Breast ultrasound.
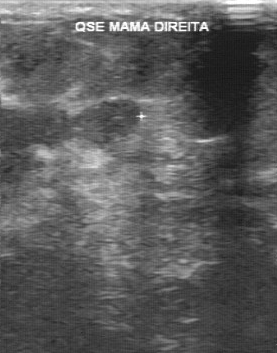
Original-read BI-RADS category: 5. The following findings are from a second reader, independent of the original assessment. The lesion has an irregular margin. The lesion boundary is unclear. The lesion is heterogeneous. Calcifications: suspected. Histopathology: invasive ductal carcinoma (malignant).